Modality: breast ultrasound scan.
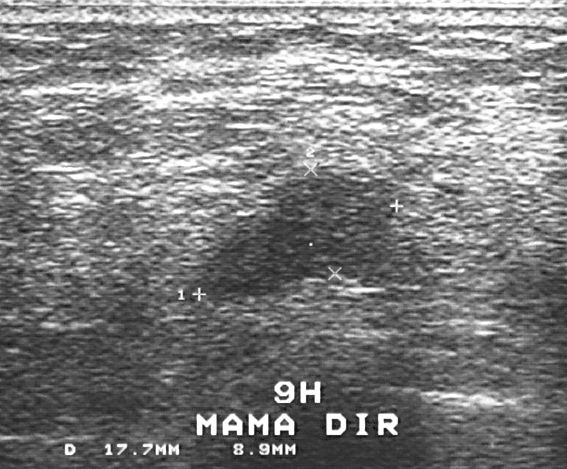
Biopsy showed fibroadenoma, a benign finding. Assigned BI-RADS 3.